Acquired on GE Logiq 7 @10-14MHz. Modality: breast ultrasound image.
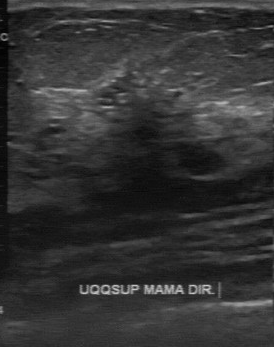
(coordinates in a 274x347 pixel frame) The mass occupies approximately (82,68)-(206,177).